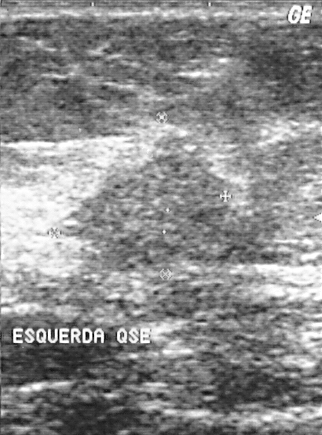
Breast ultrasound image.
A finding is present on this breast ultrasound image. It was assessed as BI-RADS 4. Biopsy showed intraductal papilloma, a benign finding.